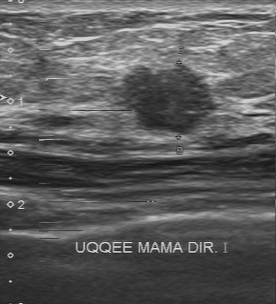
Imaging: breast ultrasound.
BI-RADS on independent re-read: 4B. BI-RADS (first reader): 4. Calcifications: suspected.